Imaging: breast ultrasound.
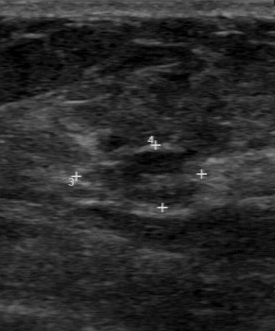
Biopsy or follow-up result: malignant.